Modality: B-mode breast ultrasound.
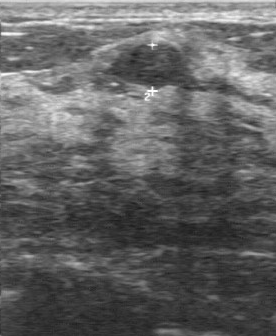
The lesion was assessed as BI-RADS 2 by the original reader.
On a second read by an independent reader:
The lesion has a regular margin.
Boundary: clear.
The lesion is hypoechoic.
There are no calcifications.
Biopsy showed fibroadenoma, a benign finding.